Acquired on GE Logiq 7 @10-14MHz. Modality: breast ultrasound scan.
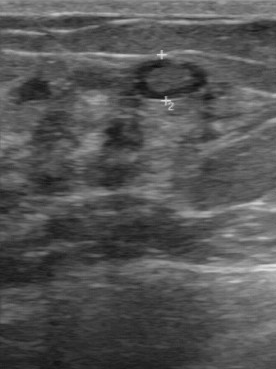
BI-RADS 2 in the original read. Findings on the second read (an independent reader): a hypoechoic lesion, margin regular, boundary clear. Biopsy showed fibroadenoma, a benign finding.